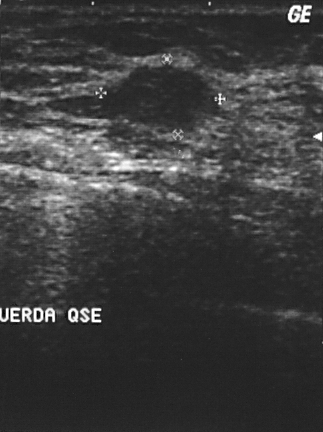
Scanner: GE Logiq 5 @10-12MHz. Imaging: breast ultrasound scan.
The BI-RADS is 2. Biopsy result: fibroadenoma. Biopsy or follow-up result is benign.